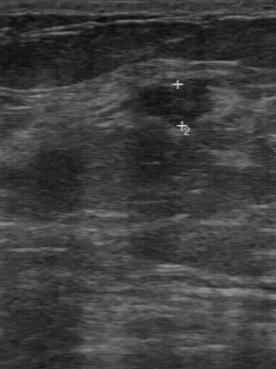
Acquired on GE Logiq 7 @10-14MHz. Imaging: breast ultrasound image.
The mass demonstrates BI-RADS category: 3.